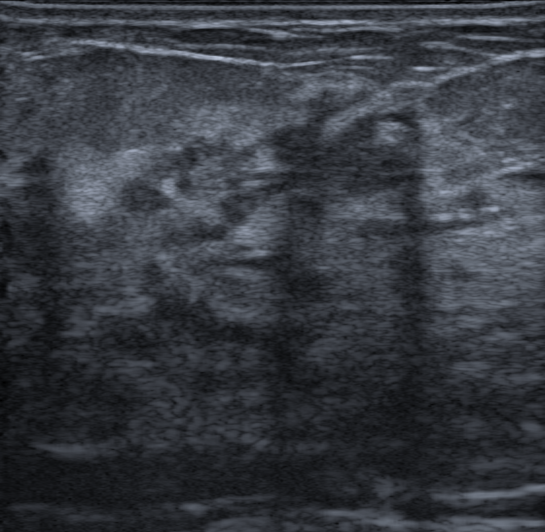
Patient age: 42. Imaging: breast ultrasound.
The finding is irregular and heterogeneous; its margin is not circumscribed (microlobulated and indistinct). Posterior features: shadowing. Intraductal calcifications are present. BI-RADS 4C; malignant on biopsy or follow-up. Radiologist's impression: Suspicion of malignancy; Mastitis. Biopsy confirmed ductal carcinoma in situ (DCIS).